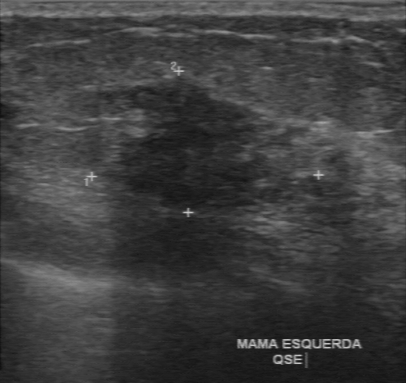
Modality: breast sonogram.
The mass was assessed as BI-RADS 4 by the original reader. Findings on the second read (an independent reader): a hypoechoic mass, margin irregular, boundary unclear. No calcifications are seen. Biopsy showed invasive ductal carcinoma, a malignant finding.